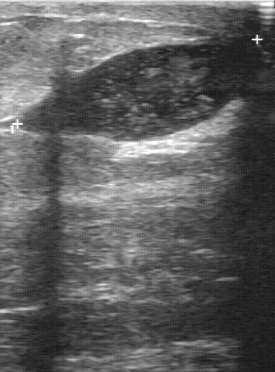
Imaging: breast ultrasound scan.
The finding is benign on biopsy or follow-up. BI-RADS 4.